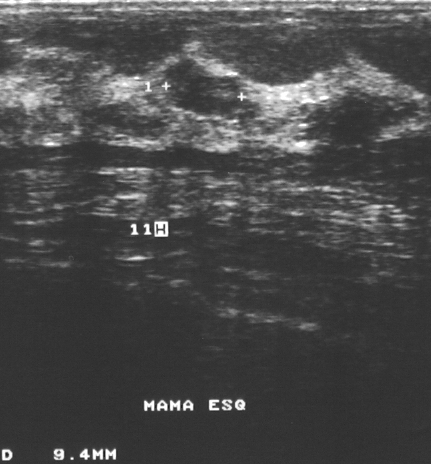
Modality: B-mode breast ultrasound. Acquired on GE Logiq 5 @10-12MHz.
A breast lesion is present on this B-mode breast ultrasound. It was assessed as BI-RADS 3. Biopsy showed fibroadenoma, a benign finding.